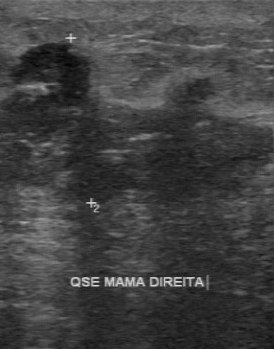
Imaging: breast sonogram.
Echo pattern is heterogeneous. The contour is irregular. The independent BI-RADS assessment is 4B. The calcifications are multiple calcifications. Original BI-RADS: 5. Lesion boundary: unclear.